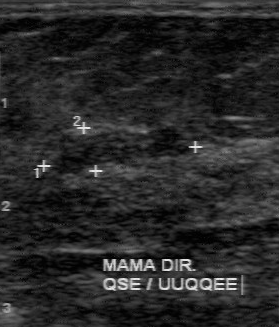
Modality: B-mode breast ultrasound.
(coordinates in a 279x327 pixel frame) Finding bounding box: 51 127 191 176. The finding is benign on biopsy or follow-up.